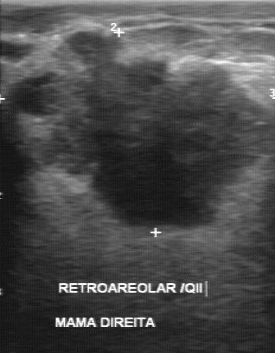
Modality: breast US.
This breast US shows a mass, malignant on biopsy or follow-up.